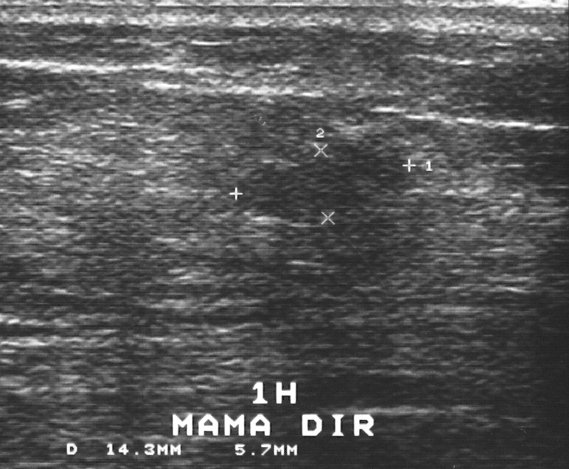
Modality: breast ultrasound image.
(coordinates in a 569x469 pixel frame) Segment the breast lesion: bounding box top-left (237, 146), bottom-right (406, 218). BI-RADS 3.